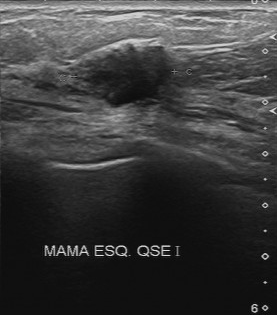
Breast US.
(coordinates in a 277x315 pixel frame) Segment the finding: bounding box (62,42)-(172,106).